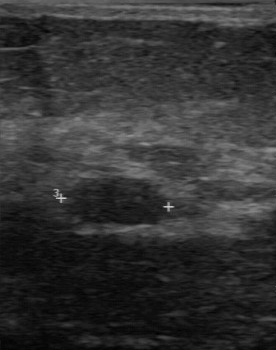
Modality: breast ultrasound image. Scanner: GE Logiq 7 @10-14MHz.
Pixel coordinates (x1, y1, x2, y2): Breast lesion bounding box: x1=59, y1=177, x2=170, y2=226. The breast lesion is benign on biopsy or follow-up.